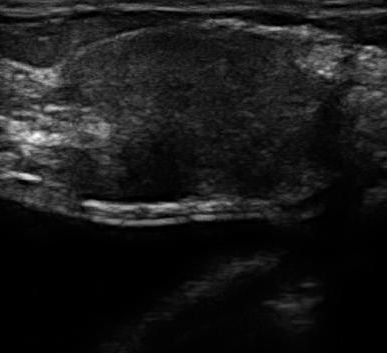
Modality: B-mode breast ultrasound.
- histopathology: invasive ductal carcinoma
- BI-RADS assessment: 4